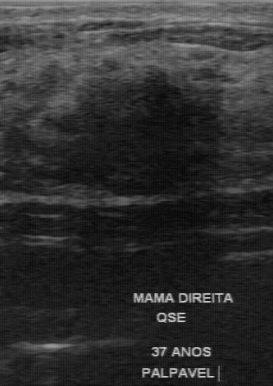
Acquired on GE Logiq 7 @10-14MHz. Modality: B-mode breast ultrasound.
BI-RADS 4 in the original read. Findings on the second read (an independent reader): a hypoechoic finding, margin partially regular, boundary somewhat unclear. Histopathology: fibrocystic changes (benign).